Scanner: GE Logiq 7 @10-14MHz. Breast sonogram.
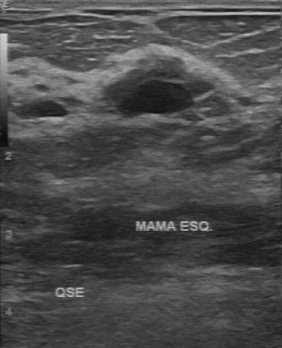
Coordinates are pixels in the 282x348 image. Mass bounding box: x1=125, y1=80, x2=192, y2=114. The mass is benign on biopsy or follow-up.